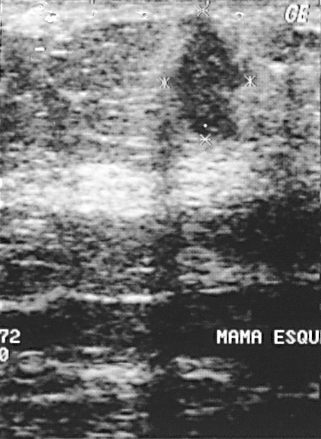
Acquired on GE Logiq 5 @10-12MHz. Imaging: breast sonogram.
The mass is malignant on biopsy or follow-up.
Assigned BI-RADS 4.
Pathology confirmed invasive ductal carcinoma.